Imaging: breast sonogram.
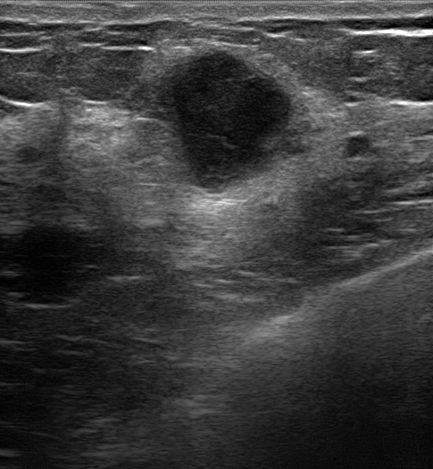
Shape: irregular. Lesion margin: not circumscribed - indistinct. The echogenic halo is present. The echo pattern is hypoechoic. The posterior acoustic features are enhancement. Differential: Suspicion of malignancy; Fibroadenoma; Intraductal papilloma. BI-RADS category is 4B. There are no calcifications.